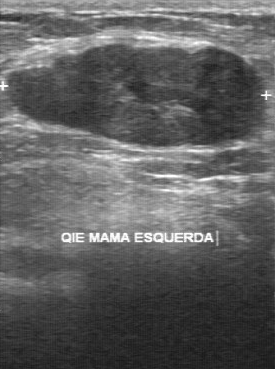
Imaging: breast ultrasound.
The original reader assigned BI-RADS 3.
On a second read by an independent reader:
The margin is partially regular.
The lesion boundary is fairly clear.
Echo pattern: hypoechoic.
There are no calcifications.
Histopathology: fibroadenoma (benign).